Breast ultrasound scan. Acquired on GE Logiq 7 @10-14MHz.
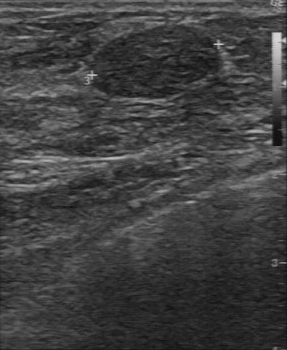
The lesion was categorized BI-RADS 2 in the original read.
A second, independent read describes the lesion as follows.
Margin: regular.
Boundary: clear.
Echo pattern: slightly hypoechoic.
There are no calcifications.
The biopsy result was fibroadenoma; the lesion is benign.